Breast ultrasound scan. Acquired on GE Logiq 7 @10-14MHz.
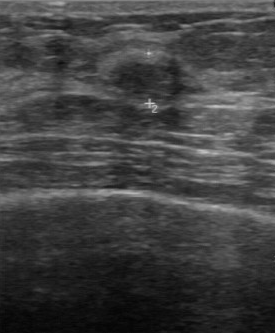
Biopsy or follow-up result: benign.